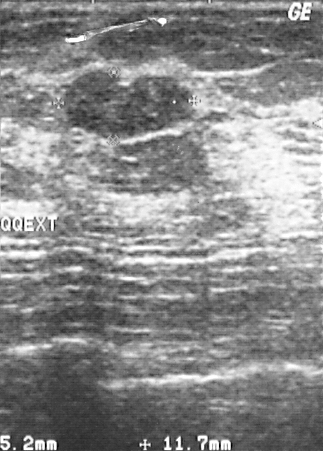
Imaging: breast US.
Coordinates are pixels in the 323x451 image. The finding is located within the bounding box 63 72 194 139. The finding is benign on biopsy or follow-up. BI-RADS 2.